Scanner: GE Logiq 7 @10-14MHz. Imaging: breast sonogram.
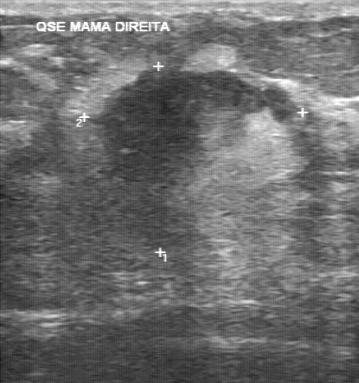
The mass demonstrates BI-RADS assessment: 5, histopathology: invasive ductal carcinoma.